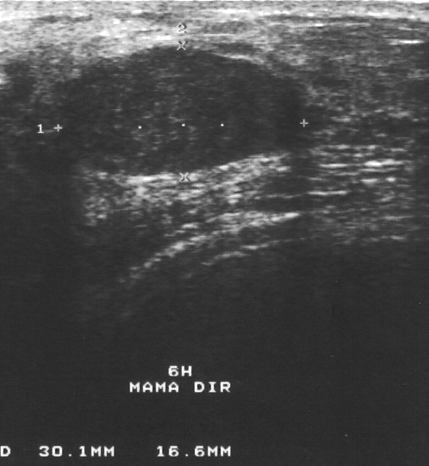
Imaging: breast ultrasound scan.
The mass occupies approximately [63, 47, 299, 176].